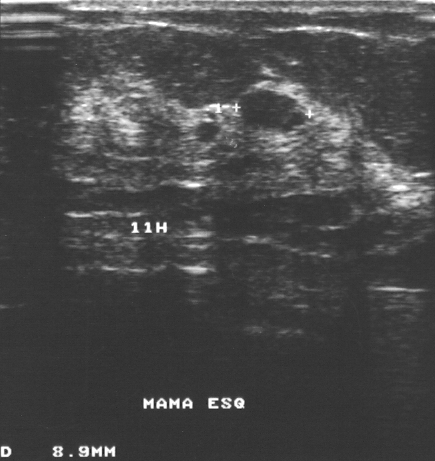
Modality: breast ultrasound image.
Histopathology: fibroadenoma (benign).
BI-RADS assessment: 3.